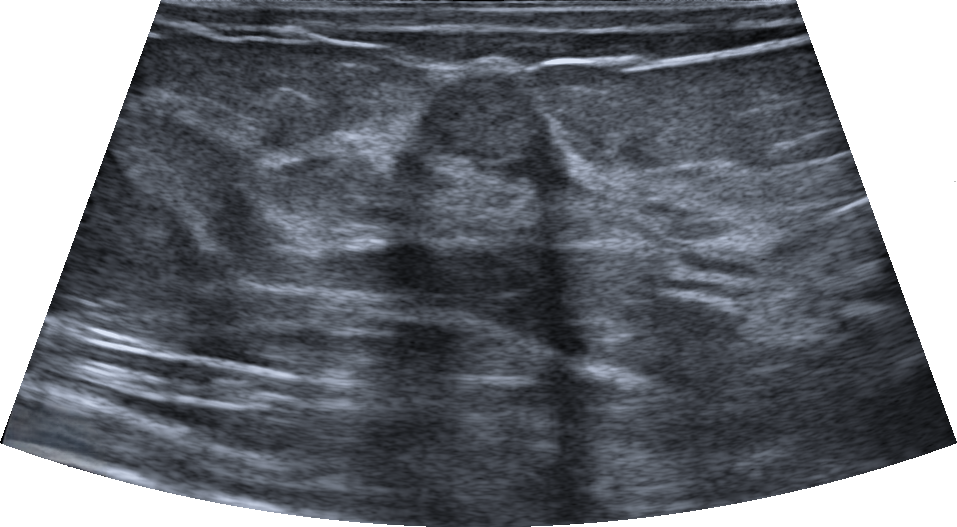
Breast ultrasound.
Biopsy confirmed benign mammary dysplasia. BI-RADS category 4B. This breast lesion proved benign on biopsy or follow-up. The breast lesion appears oval. There is no skin thickening. There are no posterior acoustic features. Margins are not circumscribed, with indistinct features. There are no calcifications. Internally the breast lesion is heterogeneous. No echogenic halo is seen.